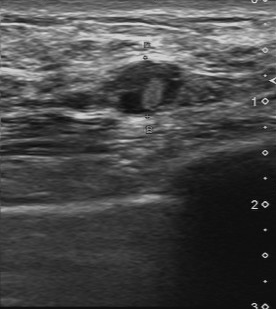
Modality: breast ultrasound.
Original-read BI-RADS category: 4. Findings on the second read (an independent reader): a heterogeneous lesion, margin regular, boundary clear. The biopsy result was lobular atrophy; the lesion is benign.